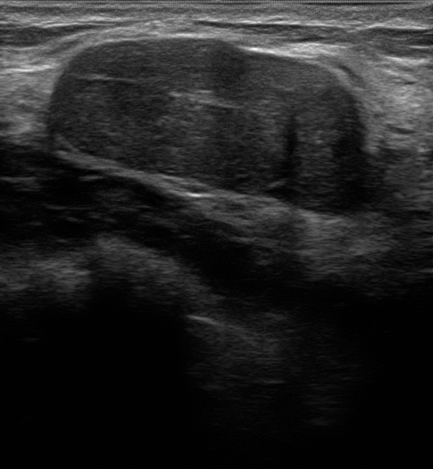
Imaging: breast ultrasound scan.
Radiologic interpretation: Suspicion of malignancy; Fibroadenoma; Intraductal papilloma. Assigned BI-RADS 3. The lesion appears oval. The lesion has a circumscribed margin. Its echo pattern is hypoechoic. Posterior features: none. There is no echogenic halo. Calcifications: none. Skin thickening: none.